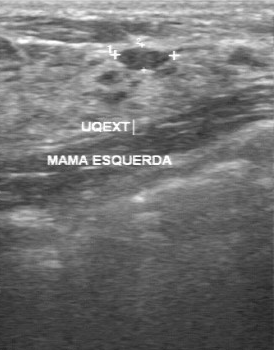
Modality: breast ultrasound scan.
- echo pattern: slightly hypoechoic
- outcome on biopsy or follow-up: benign
- boundary: clear
- contour: regular
- calcifications: absent